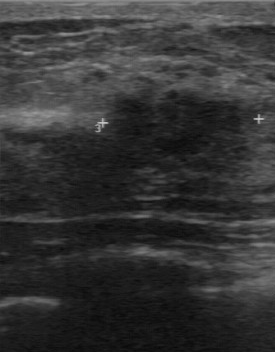
Breast ultrasound. Acquired on GE Logiq 7 @10-14MHz.
The lesion occupies approximately top-left (105, 90), bottom-right (232, 166). The lesion is benign on biopsy or follow-up.